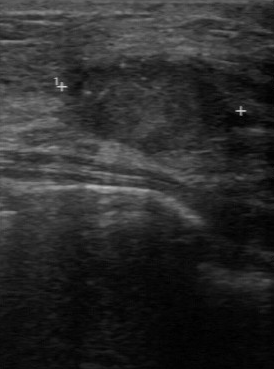
Imaging: breast sonogram.
The finding demonstrates BI-RADS: 4, biopsy result: invasive ductal carcinoma.